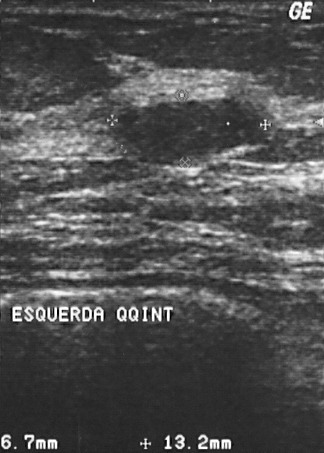
Imaging: B-mode breast ultrasound.
Mass: benign on biopsy or follow-up.